Breast sonogram.
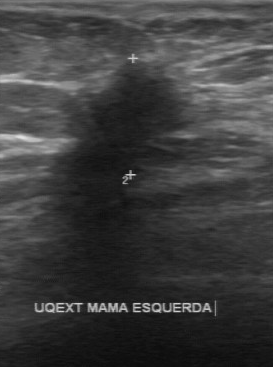
This breast sonogram shows a lesion with BI-RADS category: 4, biopsy result: fibrocystic changes.